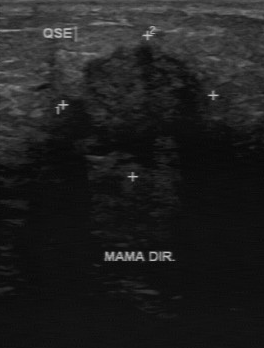
Imaging: breast ultrasound.
Biopsy or follow-up result: malignant.